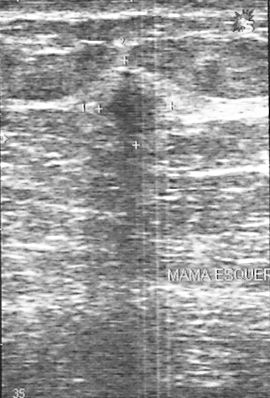
Imaging: breast ultrasound image.
Biopsy or follow-up result: malignant.
The biopsy result was invasive ductal carcinoma.
BI-RADS category 4.